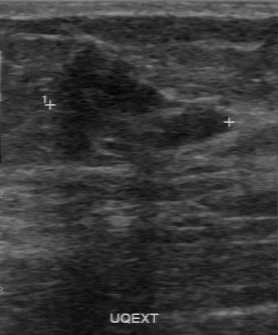
Scanner: GE Logiq 7 @10-14MHz. Modality: breast ultrasound.
Biopsy or follow-up result is benign. Echogenicity is heterogeneous. Second-reader BI-RADS: 4A. The lesion boundary is clear. BI-RADS (first reader) is 4.